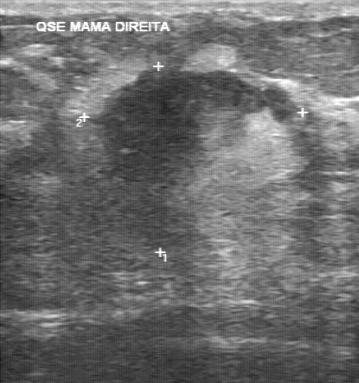
Breast ultrasound image.
The breast lesion was categorized BI-RADS 5 in the original read. Findings on the second read (an independent reader): a heterogeneous breast lesion, margin irregular, boundary unclear. Calcification is suspected. The biopsy result was invasive ductal carcinoma; the breast lesion is malignant.